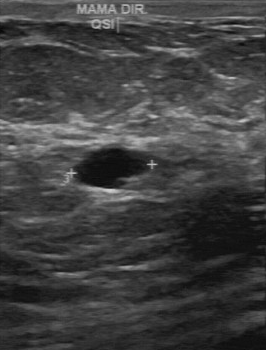
Imaging: breast ultrasound scan.
Pixel coordinates (x1, y1, x2, y2): The breast lesion occupies approximately 73 150 142 186. The breast lesion is benign on biopsy or follow-up.